Imaging: breast sonogram.
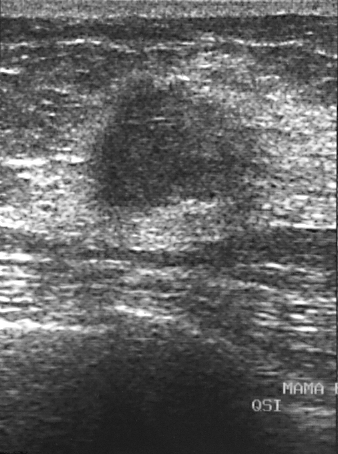
Lesion bounding box: x1=89, y1=80, x2=262, y2=212. The lesion is malignant on biopsy or follow-up.